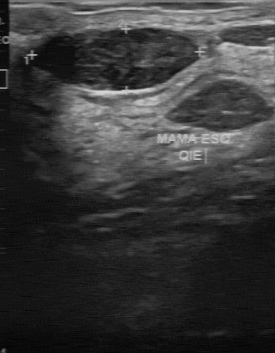
Modality: breast ultrasound.
Original-read BI-RADS category: 2.
The following findings are from a second reader, independent of the original assessment.
Margin: regular.
The lesion boundary is clear.
Echo pattern: hypoechoic.
There are no calcifications.
The biopsy result was fibroadenoma; the mass is benign.